B-mode breast ultrasound.
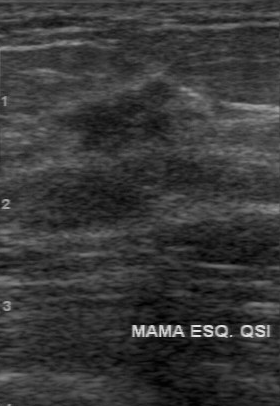
Original-read BI-RADS category: 5. Findings on the second read (an independent reader): a slightly hypoechoic mass, margin irregular, boundary unclear. No calcifications are seen. Histopathology: invasive ductal carcinoma (malignant).